Breast ultrasound.
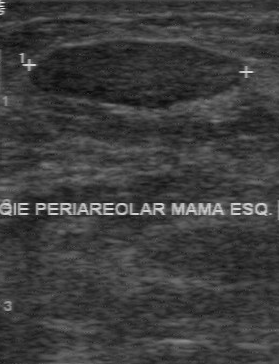
- confirmed outcome (biopsy or follow-up): benign
- BI-RADS assessment: 2
- pathology: fibroadenoma